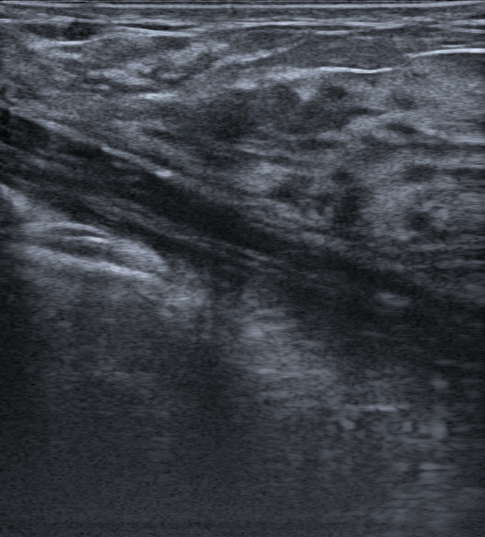
Breast sonogram. Background tissue composition: homogeneous: fibroglandular.
FINDINGS: Biopsy result: Fibrosclerosis. Calcifications: none. Biopsy or follow-up result: benign. BI-RADS assessment: 3. Echogenic halo: absent. Radiologist impression: Dysplasia; Fibroadenoma; Adenosis. Skin thickening: absent. Verification: confirmed by biopsy. Lesion margin: circumscribed.
OUTCOME ON BIOPSY OR FOLLOW-UP: benign.